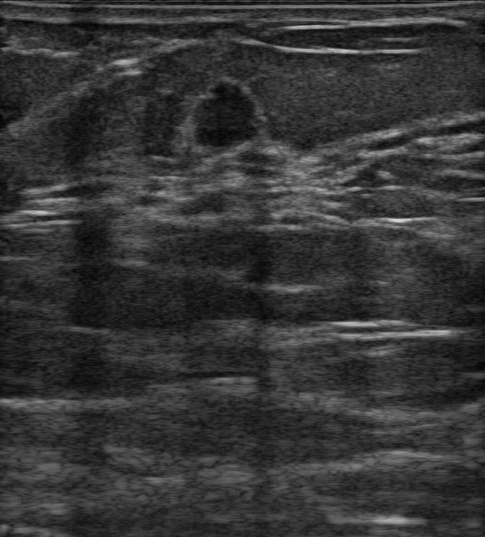
Imaging: breast ultrasound image.
This breast ultrasound image shows a lesion with radiologist impression: Cyst filled with thick fluid; Dysplasia; Fibroadenoma; Intraductal papilloma, circumscribed margin, round shape, BI-RADS category: 4A, outcome on biopsy or follow-up: benign, skin thickening: none, echogenic halo: present, histopathology: Lactating adenoma, posterior acoustic features: none, hypoechoic echogenicity.